Modality: breast sonogram. 43-year-old patient. Background echotexture is heterogeneous: predominantly fibroglandular.
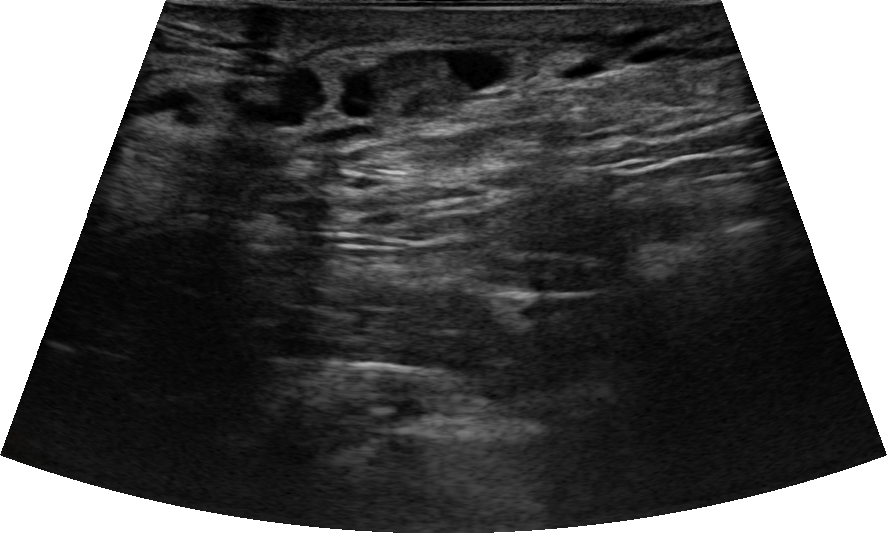
Breast sonogram findings:
- radiologic interpretation: Duct filled with thick fluid; Mammary duct ectasia; Intraductal papilloma
- biopsy or follow-up result: benign
- BI-RADS assessment: 4A
- margin: circumscribed
- calcifications: absent
- posterior features: absent
- echogenicity: hyperechoic
- echogenic halo: none